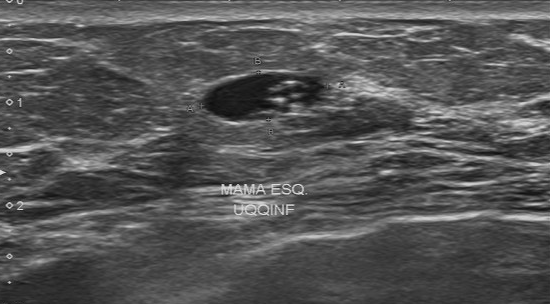
Scanner: Toshiba Aplio 300 @12-14 MHz. Modality: breast ultrasound.
BI-RADS 4 in the original read.
A second, independent read describes the lesion as follows.
The lesion has a regular margin.
Its boundary is clear.
The lesion is hypoechoic.
The lesion contains multiple calcifications.
The biopsy result was hyperplasia; the lesion is benign.